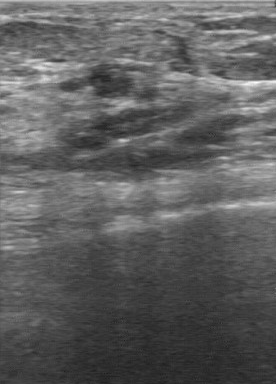
Modality: B-mode breast ultrasound.
Echogenicity is hypoechoic. Lesion margin is regular. The boundary is clear. There are no calcifications.